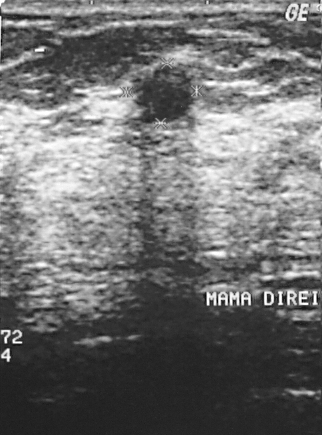
Breast US. Scanner: GE Logiq 5 @10-12MHz.
The breast lesion is benign on biopsy or follow-up.